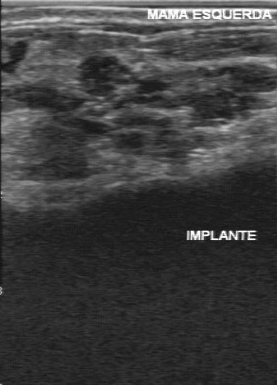
Modality: breast sonogram.
This breast sonogram shows a finding, malignant on biopsy or follow-up.